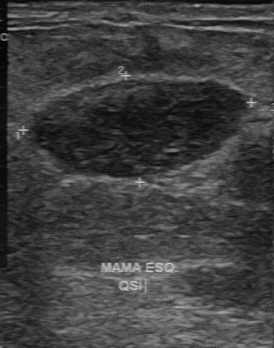
Breast ultrasound image.
A breast lesion is seen with histopathology: mastitis, BI-RADS: 2.